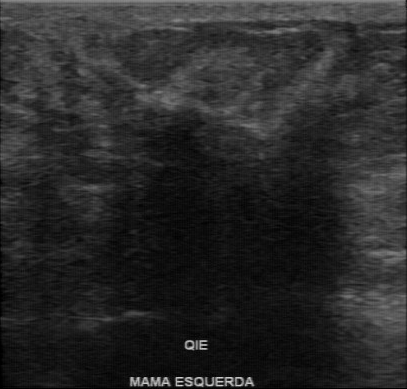
Imaging: breast ultrasound.
BI-RADS 4 in the original read. On a second, independent read, a breast lesion with an irregular margin and an unclear boundary is seen; it is hypoechoic. There are no calcifications. Pathology confirmed malignant invasive ductal carcinoma.